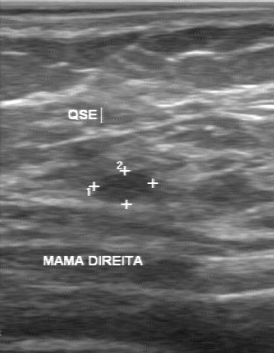
Scanner: GE Logiq 7 @10-14MHz. Breast ultrasound.
The original reader assigned BI-RADS 2. On a second, independent read, a mass with a regular margin and a clear boundary is seen; it is hypoechoic. No calcifications are seen. Biopsy showed lipoma, a benign finding.